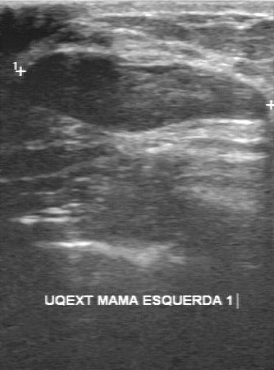
Acquired on GE Logiq 7 @10-14MHz. Imaging: breast US.
Coordinates are pixels in the 274x370 image. Segment the mass: bounding box top-left (12, 52), bottom-right (271, 135).